Modality: B-mode breast ultrasound.
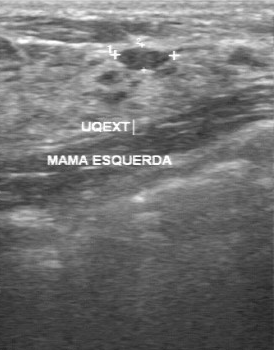
A breast lesion is seen with BI-RADS: 2.